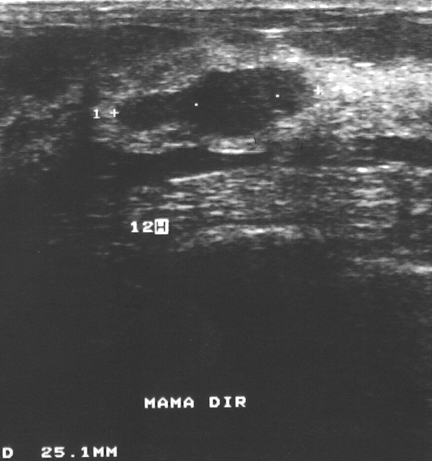
Breast US.
This breast US shows a finding with BI-RADS category: 4.